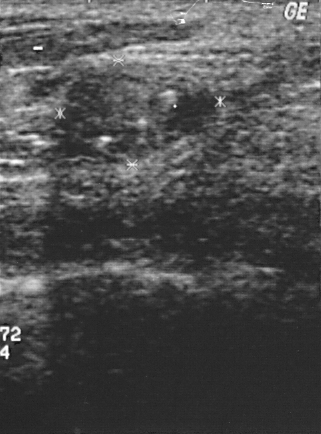
Imaging: breast ultrasound image.
Coordinates are pixels in the 321x434 image. The finding occupies approximately (55, 62) to (220, 165). The finding is benign on biopsy or follow-up.